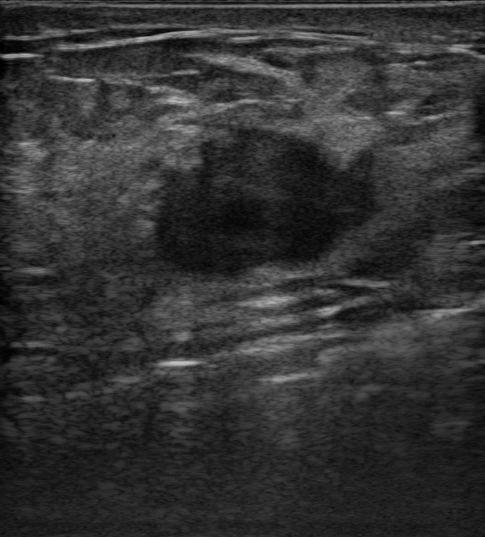
Background echotexture is heterogeneous: predominantly fat. Imaging: breast US.
Calcifications: none. The breast lesion appears irregular. Skin thickening: none. Margin: not circumscribed, microlobulated. Echogenic halo: absent. Internally the breast lesion is hypoechoic. Posterior features: none. Radiologic interpretation: Suspicion of malignancy. BI-RADS assessment: 4C.